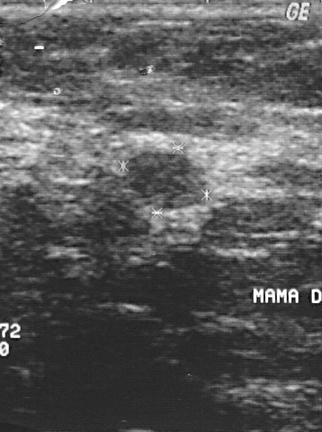
Breast ultrasound image.
A breast lesion is present on this breast ultrasound image. Assessment: BI-RADS 2. Pathology confirmed benign fibroadenoma.